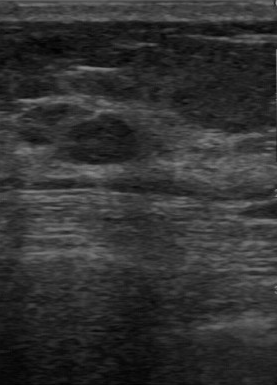
Imaging: breast ultrasound. Acquired on GE Logiq 7 @10-14MHz.
- boundary: clear
- margin: regular
- pathology: fibroadenoma
- echo pattern: hypoechoic
- calcifications: none
- confirmed outcome (biopsy or follow-up): benign